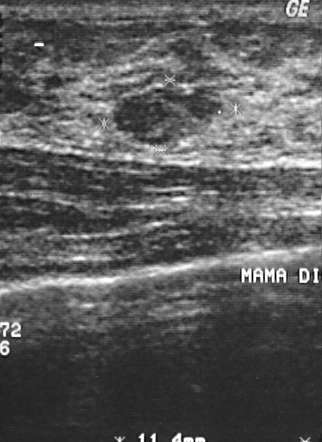
Modality: B-mode breast ultrasound.
Segment the finding: bounding box 113 88 215 144. BI-RADS 2.